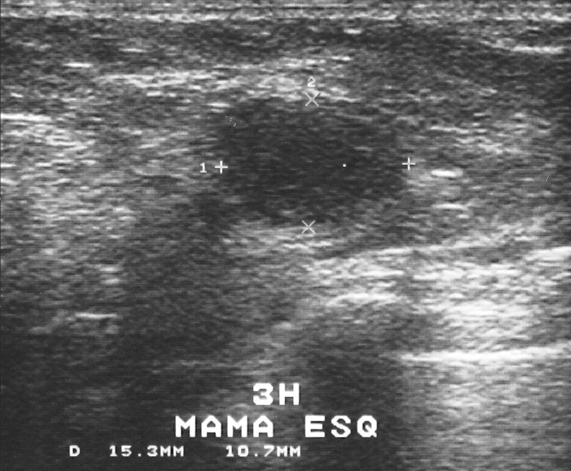
Acquired on GE Logiq 5 @10-12MHz. Imaging: breast ultrasound image.
A lesion is present on this breast ultrasound image. Assessment: BI-RADS 3. The biopsy result was fibroadenoma; the lesion is benign.